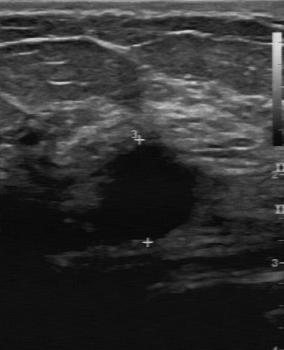
Modality: B-mode breast ultrasound.
Original-read BI-RADS category: 5. A second, independent read describes the lesion as follows. Margin: irregular. The lesion boundary is unclear. The lesion is hypoechoic. Calcifications: none. Biopsy showed invasive ductal carcinoma, a malignant finding.